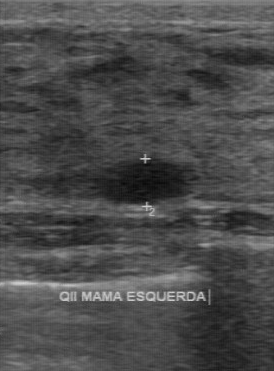
Scanner: GE Logiq 7 @10-14MHz. Breast ultrasound image.
Coordinates are pixels in the 274x371 image. Lesion region of interest: 93 160 191 206.